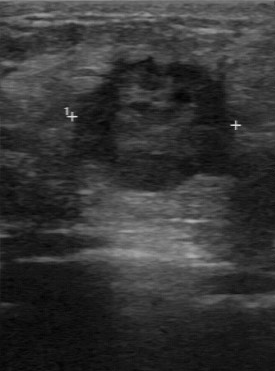
Scanner: GE Logiq 7 @10-14MHz. Modality: breast US.
Coordinates are pixels in the 275x371 image. Mass bounding box: [73, 59, 236, 193]. The mass is malignant on biopsy or follow-up.